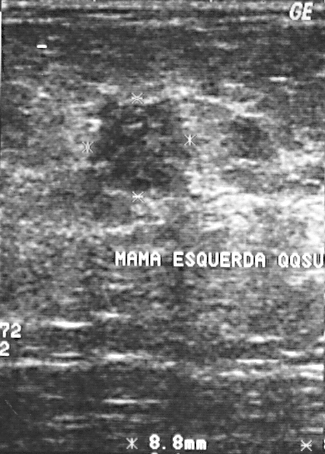
Imaging: breast ultrasound.
The breast lesion is assessed as BI-RADS 3.
Outcome on biopsy or follow-up: benign.
The biopsy result was intraductal papilloma; the breast lesion is benign.